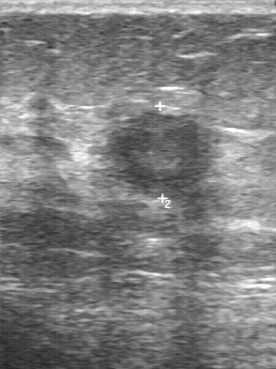
Modality: breast ultrasound.
The lesion is malignant on biopsy or follow-up. (BI-RADS category 4.)